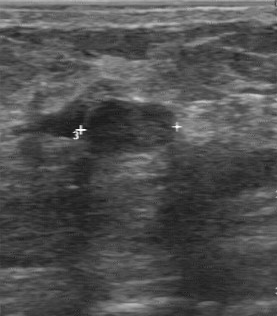
Imaging: breast ultrasound scan.
Biopsy or follow-up result is benign. The BI-RADS assessment is 2.